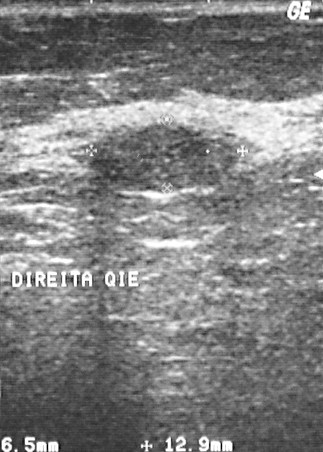
Modality: breast ultrasound. Scanner: GE Logiq 5 @10-12MHz.
This breast ultrasound shows a finding. It was assessed as BI-RADS 2. Histopathology: fibroadenoma (benign).